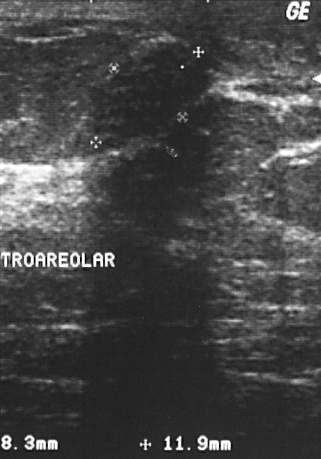
Breast sonogram.
(coordinates in a 321x459 pixel frame) The finding occupies approximately (91,42)-(216,152).